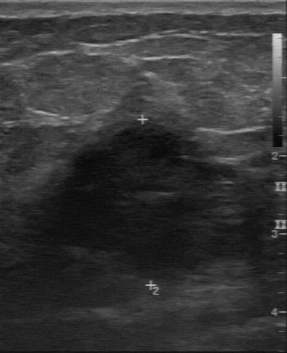
Scanner: GE Logiq 7 @10-14MHz. Modality: breast sonogram.
FINDINGS: Breast sonogram. Lesion boundary: unclear. Echo pattern: hypoechoic. Lesion margin: irregular. Calcifications: none.